Breast ultrasound scan.
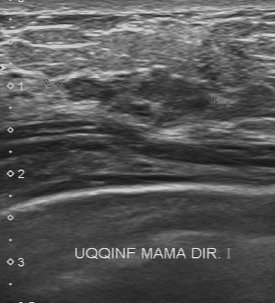
The original reader assigned BI-RADS 4. A second reader, independent of the original assessment, describes a slightly hypoechoic breast lesion with a partially regular margin; the boundary is somewhat unclear. No calcifications are seen. The biopsy result was lobular carcinoma in situ; the breast lesion is malignant.